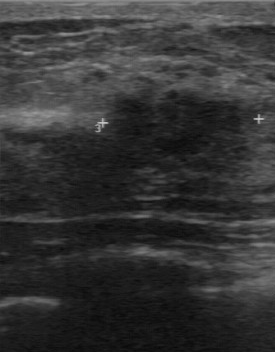
Scanner: GE Logiq 7 @10-14MHz. B-mode breast ultrasound.
Biopsy or follow-up result: benign.